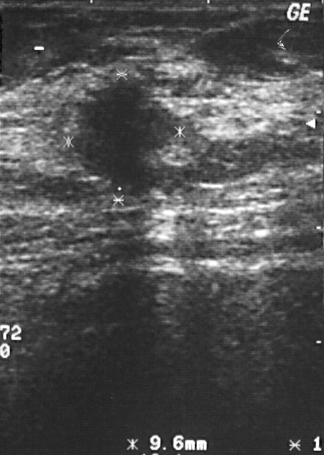
Breast US. Acquired on GE Logiq 5 @10-12MHz.
Assigned BI-RADS 4. Histopathology: invasive ductal carcinoma. This mass proved malignant on biopsy or follow-up.